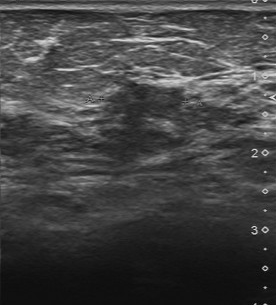
Modality: breast US. Scanner: Toshiba Aplio 300 @12-14 MHz.
BI-RADS 4 in the original read. On a second, independent read, a lesion with a partially regular margin and a somewhat unclear boundary is seen; it is slightly hypoechoic. Histopathology: fibroadenoma (benign).